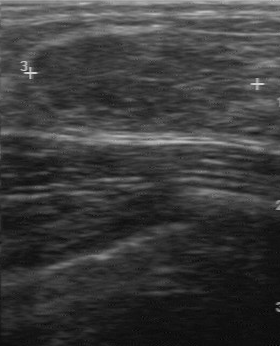
Imaging: breast ultrasound image. Acquired on GE Logiq 7 @10-14MHz.
Original-read BI-RADS category: 3. A second, independent read describes the lesion as follows. Margin: regular. Boundary: clear. Calcifications: none. Internally the lesion is hypoechoic. Histopathology: fibroadenoma (benign).